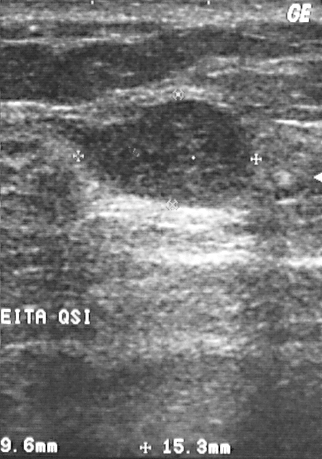
Scanner: GE Logiq 5 @10-12MHz. Modality: B-mode breast ultrasound.
A breast lesion is present on this B-mode breast ultrasound. It was assessed as BI-RADS 2. Biopsy showed fibroadenoma, a benign finding.